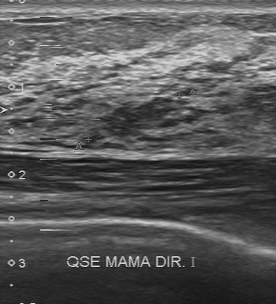
Modality: B-mode breast ultrasound.
The mass was categorized BI-RADS 4 in the original read. A second reader, independent of the original assessment, describes a slightly hypoechoic mass with a partially regular margin; the boundary is somewhat unclear. Calcifications: suspected. Pathology confirmed benign fibrocystic changes.